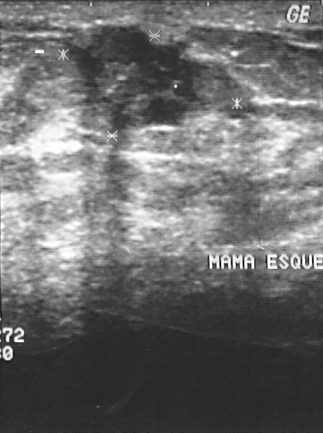
B-mode breast ultrasound.
This B-mode breast ultrasound shows a breast lesion, benign on biopsy or follow-up.